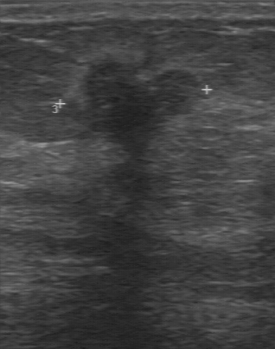
Modality: breast US.
Outcome on biopsy or follow-up: malignant. BI-RADS 4.